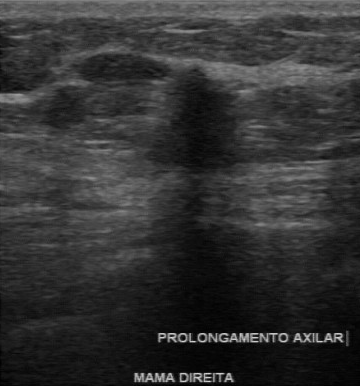
Imaging: breast sonogram.
Breast sonogram findings:
- BI-RADS (second read): 4C
- calcifications: none
- BI-RADS (first reader): 4
- confirmed outcome (biopsy or follow-up): malignant
- contour: irregular